Modality: breast ultrasound image.
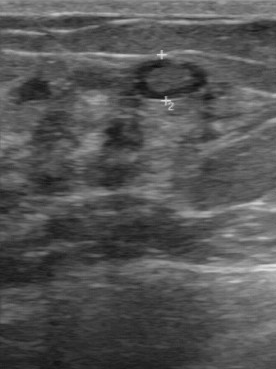
A lesion is seen with clear boundary, calcifications: absent, hypoechoic internal echoes, biopsy or follow-up result: benign, regular lesion margin.